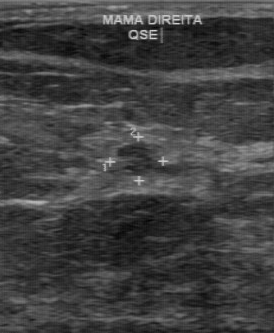
Imaging: breast US.
BI-RADS 4 in the original read; on a second read the margin is partially regular, the boundary somewhat unclear and the lesion slightly hypoechoic. Histopathology: intraductal papilloma (benign).